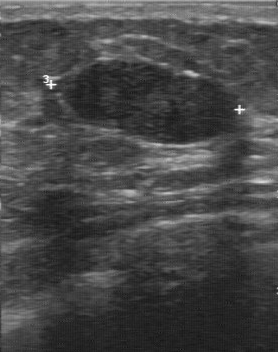
Breast US.
- boundary: clear
- original BI-RADS: 3
- lesion margin: regular
- calcifications: none
- echogenicity: hypoechoic
- independent BI-RADS assessment: 3